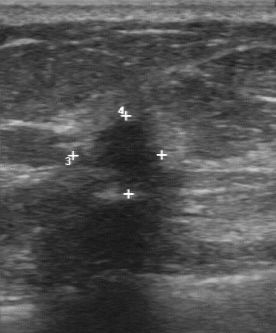
Breast sonogram.
The original reader assigned BI-RADS 5.
On a second read by an independent reader:
The lesion has a partially regular margin.
Its boundary is unclear.
Echo pattern: hypoechoic.
There are no calcifications.
The biopsy result was invasive ductal carcinoma; the lesion is malignant.